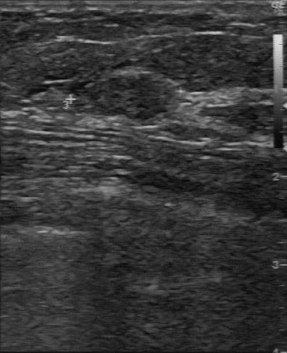
Breast sonogram.
Mass: malignant on biopsy or follow-up. (BI-RADS category 3.)